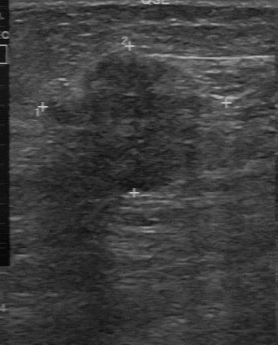
Breast US.
Original-read BI-RADS category: 5. Findings on the second read (an independent reader): a slightly hypoechoic lesion, margin partially regular, boundary somewhat unclear. Calcifications: none. Histopathology: invasive ductal carcinoma (malignant).